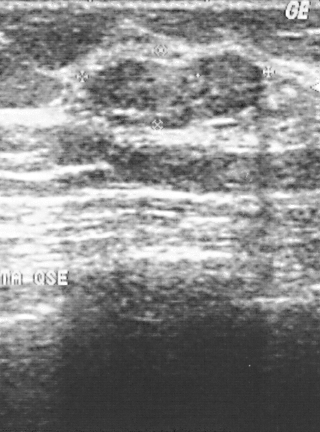
B-mode breast ultrasound.
Breast lesion: benign on biopsy or follow-up. (BI-RADS category 3.)